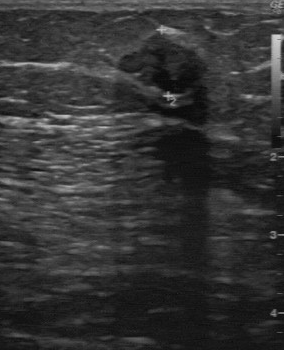
Breast US. Acquired on GE Logiq 7 @10-14MHz.
The outcome on biopsy or follow-up is benign. No calcifications are seen. Independent BI-RADS assessment: 3. The margin is partially regular.